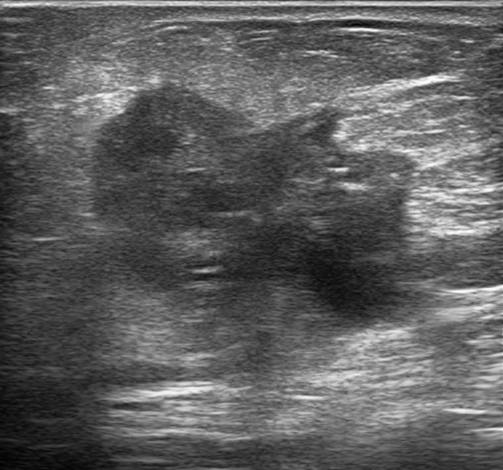
63-year-old patient. Breast ultrasound.
The mass is malignant on biopsy or follow-up. (BI-RADS category 4B.)